Modality: breast ultrasound.
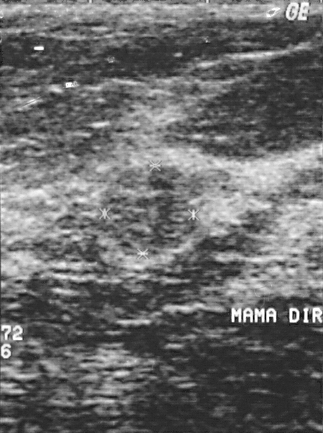
Histopathology: fibroadenoma (benign). The lesion is benign on biopsy or follow-up. BI-RADS category 2.